Breast ultrasound image.
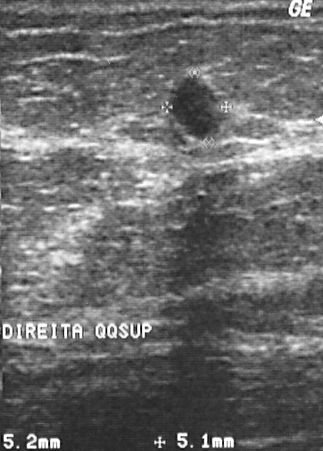
A finding is present on this breast ultrasound image. Assessment: BI-RADS 2. Histopathology: fat necrosis (benign).